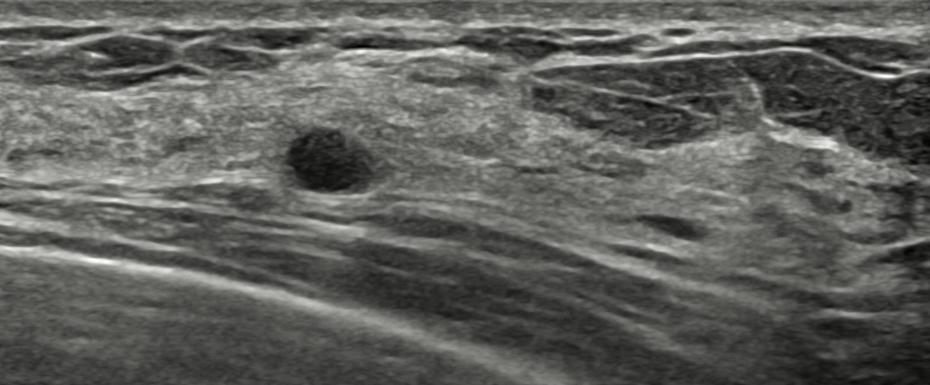
Age 48. Modality: B-mode breast ultrasound.
Findings: a round finding of hypoechoic echotexture with circumscribed margins. There are no posterior acoustic features. Echogenic halo: absent. Skin thickening: none. No calcifications are seen. BI-RADS assessment: 3; biopsy or follow-up result: benign. Verification: follow-up care.